Modality: breast ultrasound scan. Background tissue composition: homogeneous: fibroglandular. 48-year-old patient.
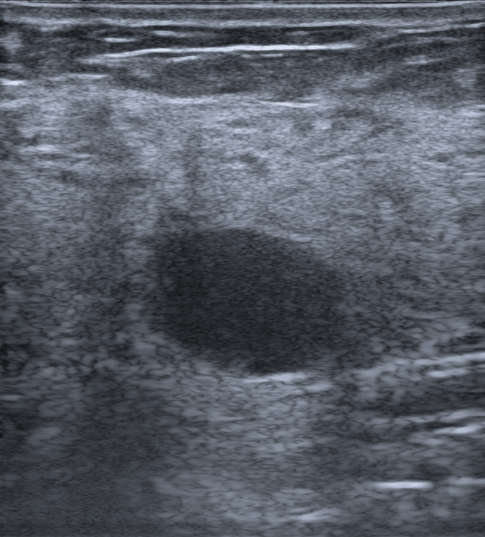
(coordinates in a 485x537 pixel frame) Segment the breast lesion: bounding box (144,225)-(347,379).